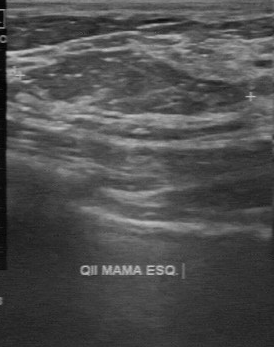
Imaging: breast ultrasound image.
The lesion was assessed as BI-RADS 2 by the original reader. Findings on the second read (an independent reader): a slightly hypoechoic lesion, margin partially regular, boundary clear. Calcifications: none. Biopsy showed sclerosing adenosis, a benign finding.